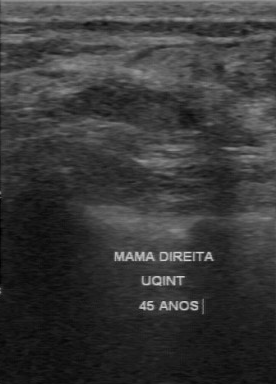
Modality: breast ultrasound image.
BI-RADS 2 in the original read. A second reader, independent of the original assessment, describes a hypoechoic finding with a regular margin; the boundary is clear. Calcifications: none. The biopsy result was lipoma; the finding is benign.